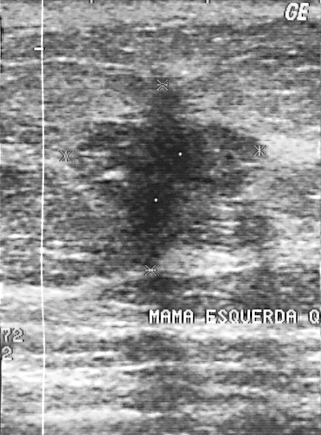
Modality: breast US.
Biopsy result: invasive ductal carcinoma. BI-RADS assessment: 5.
OUTCOME ON BIOPSY OR FOLLOW-UP: malignant.